Modality: B-mode breast ultrasound. Acquired on GE Logiq 7 @10-14MHz.
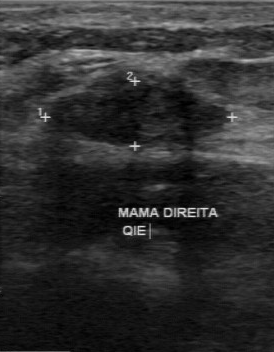
This B-mode breast ultrasound shows a lesion with confirmed outcome (biopsy or follow-up): benign, BI-RADS (first reader): 3, second-reader BI-RADS: 3.